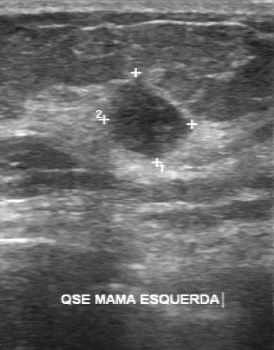
Imaging: B-mode breast ultrasound.
The lesion was categorized BI-RADS 4 in the original read. A second reader, independent of the original assessment, describes a slightly hypoechoic lesion with a regular margin; the boundary is clear. The biopsy result was invasive ductal carcinoma; the lesion is malignant.